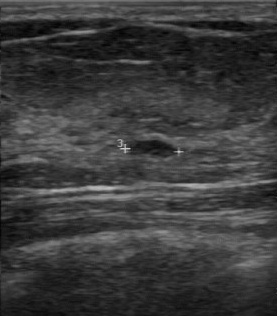
Breast ultrasound image.
A lesion is seen with regular lesion margin, outcome on biopsy or follow-up: benign, clear lesion boundary, calcifications: none, hypoechoic internal echoes.